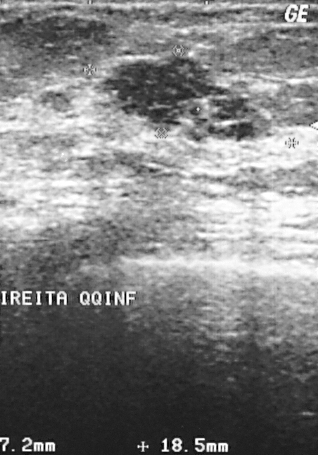
Modality: breast sonogram.
A lesion is present on this breast sonogram. Assessment: BI-RADS 3. Pathology confirmed malignant invasive ductal carcinoma.